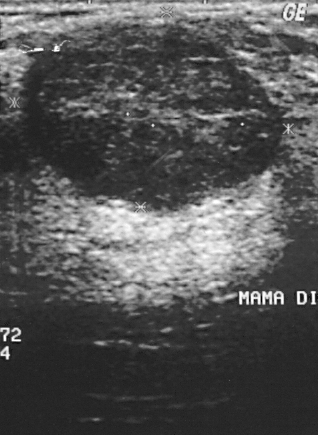
Modality: breast ultrasound image. Acquired on GE Logiq 5 @10-12MHz.
(coordinates in a 318x435 pixel frame) Mass bounding box: top-left (25, 26), bottom-right (281, 209).